Imaging: breast ultrasound scan. Scanner: GE Logiq 7 @10-14MHz.
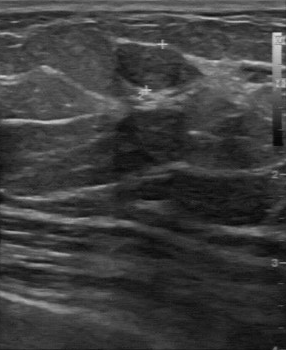
BI-RADS 3 in the original read; on a second read the margin is regular, the boundary clear and the finding slightly hypoechoic. The biopsy result was fibroadenoma; the finding is benign.